Scanner: GE Logiq 7 @10-14MHz. Modality: breast sonogram.
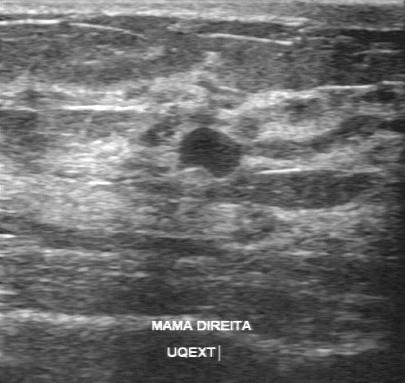
BI-RADS 3 in the original read; on a second read the margin is partially regular, the boundary clear and the lesion slightly hypoechoic. There are no calcifications. Biopsy showed cyst, a benign finding.